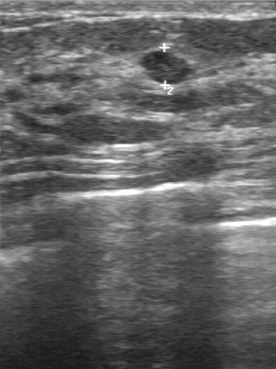
Modality: breast US.
Coordinates are pixels in the 276x369 image. Segment the breast lesion: bounding box [140, 51, 196, 85]. BI-RADS 3.